Breast ultrasound scan.
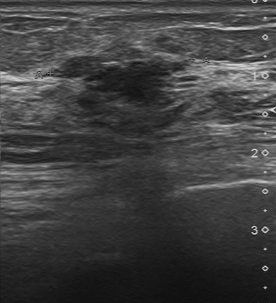
Finding: breast lesion, malignant on biopsy or follow-up. BI-RADS 4.